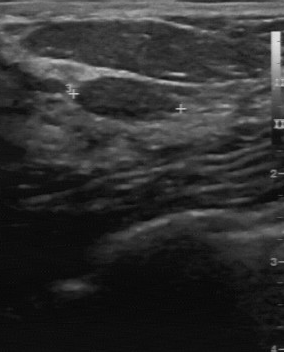
Imaging: breast US.
Mass bounding box: x1=78, y1=78, x2=177, y2=120. The mass is benign on biopsy or follow-up.